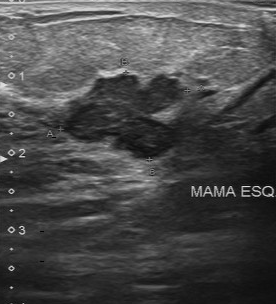
Breast ultrasound image.
Lesion characteristics:
- echogenicity: hypoechoic
- margin: partially regular
- boundary: fairly clear
- second-reader BI-RADS: 3
- BI-RADS (first reader): 4
- calcifications: absent